Modality: breast ultrasound.
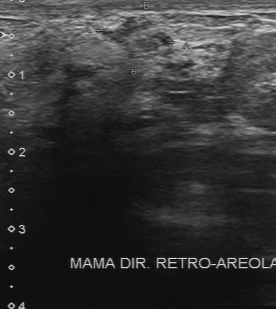
Outcome on biopsy or follow-up: benign. Echo pattern: heterogeneous. Independent BI-RADS assessment: 3.
OUTCOME ON BIOPSY OR FOLLOW-UP: benign.